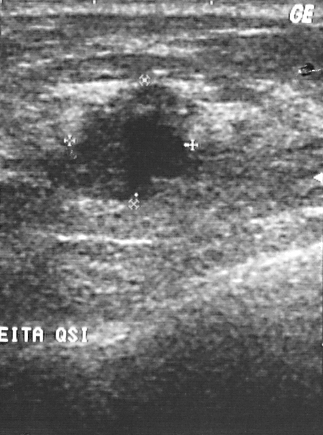
Scanner: GE Logiq 5 @10-12MHz. Breast ultrasound image.
This breast ultrasound image shows a mass. It was assessed as BI-RADS 4. Histopathology: invasive ductal carcinoma (malignant).